Breast ultrasound image.
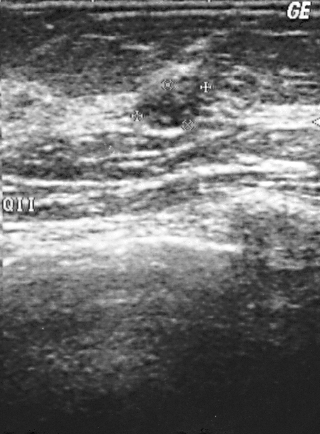
A mass is present on this breast ultrasound image. Assessment: BI-RADS 2. Pathology confirmed benign cyst.